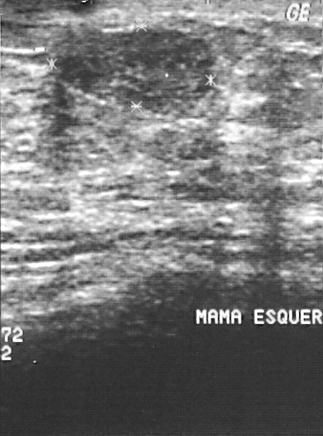
Imaging: breast ultrasound image.
This breast ultrasound image shows a finding. BI-RADS category 2. The biopsy result was fibroadenoma; the finding is benign.